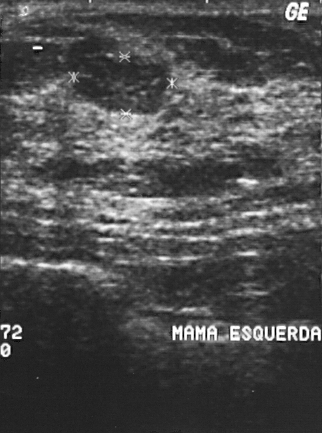
Modality: breast sonogram.
This breast sonogram shows a lesion, benign on biopsy or follow-up. BI-RADS 2.